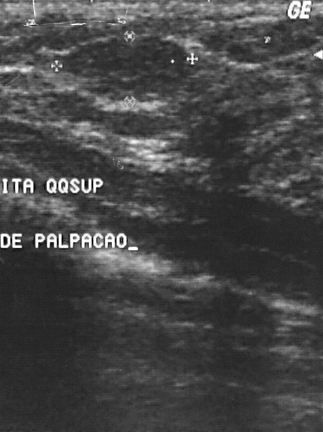
Modality: breast US. Acquired on GE Logiq 5 @10-12MHz.
Histopathology: fibroadenoma (benign). Outcome on biopsy or follow-up: benign. Assigned BI-RADS 2.